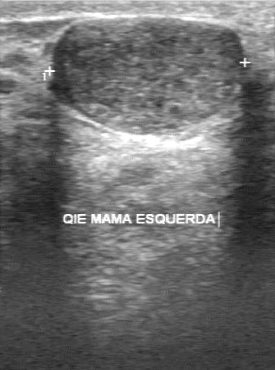
Imaging: B-mode breast ultrasound.
Pixel coordinates (x1, y1, x2, y2): The breast lesion is located within the bounding box [48, 19, 245, 136]. The breast lesion is benign on biopsy or follow-up.